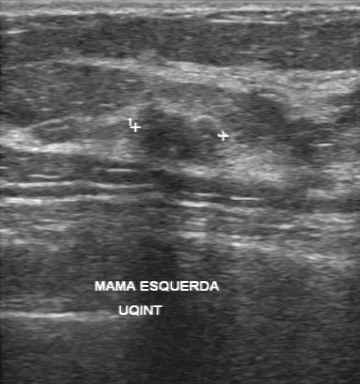
Imaging: breast sonogram.
The mass was categorized BI-RADS 4 in the original read.
A second, independent read describes the mass as follows.
Its boundary is fairly clear.
The mass has a partially regular margin.
Internally the mass is slightly hypoechoic.
Calcification is suspected.
The biopsy result was fibroadenoma; the mass is benign.